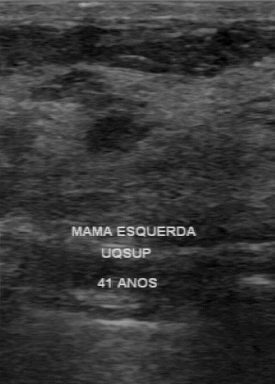
Scanner: GE Logiq 7 @10-14MHz. Breast US.
Coordinates are pixels in the 275x384 image. Lesion region of interest: top-left (84, 116), bottom-right (148, 156).